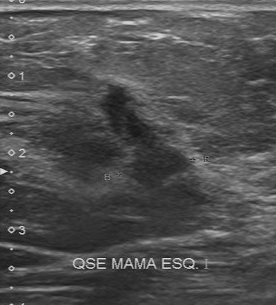
Modality: breast US.
The original reader assigned BI-RADS 4.
Descriptors from an independent second read (not the reader who assigned the category):
Its boundary is unclear.
Internally the breast lesion is hypoechoic.
Margin: irregular.
Calcifications: none.
Biopsy showed invasive ductal carcinoma, a malignant finding.